Modality: breast ultrasound.
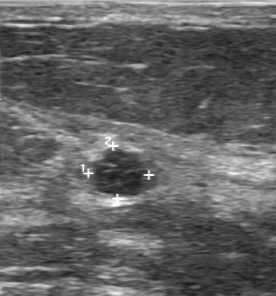
The lesion was categorized BI-RADS 3 in the original read.
On a second read by an independent reader:
The margin is regular.
Its boundary is clear.
The lesion is slightly hypoechoic.
Calcifications: none.
The biopsy result was fibroadenoma; the lesion is benign.